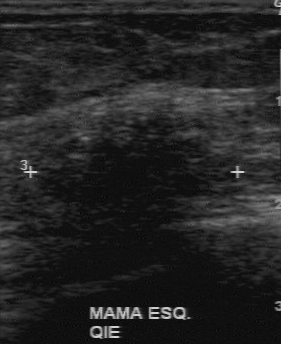
Modality: breast ultrasound.
The mass was assessed as BI-RADS 4 by the original reader. Findings on the second read (an independent reader): a hypoechoic mass, margin irregular, boundary unclear. Calcifications: suspected. Pathology confirmed malignant invasive ductal carcinoma.